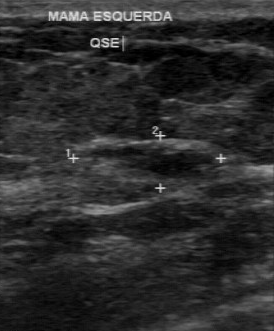
Acquired on GE Logiq 7 @10-14MHz. Breast US.
The mass is located within the bounding box x1=78, y1=142, x2=220, y2=190. The mass is malignant on biopsy or follow-up.